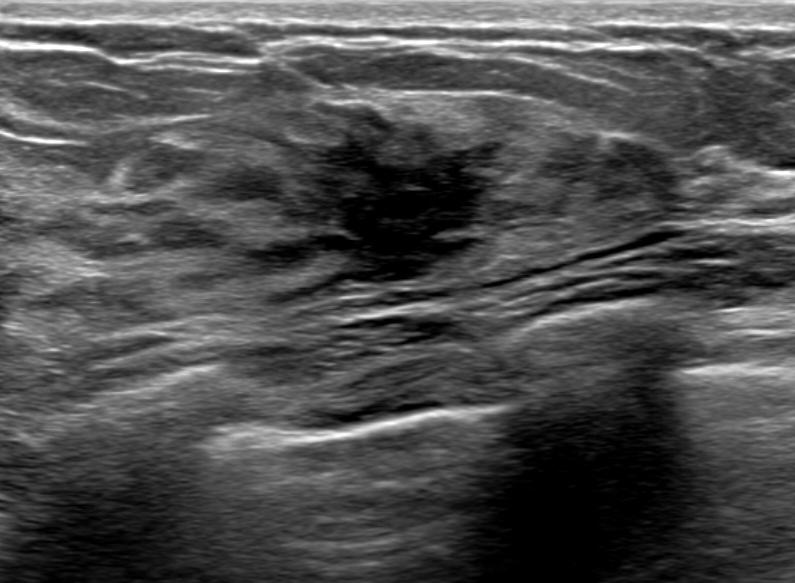
Background echotexture is heterogeneous: predominantly fibroglandular. Modality: breast ultrasound.
A lesion is seen with echogenic halo: none, calcifications: absent, BI-RADS category: 4C, confirmed outcome (biopsy or follow-up): malignant, skin thickening: none, radiologic interpretation: Suspicion of malignancy; Dysplasia; Mammary duct ectasia, irregular shape, not circumscribed - angular and indistinct margin, hypoechoic echotexture, posterior features: none.